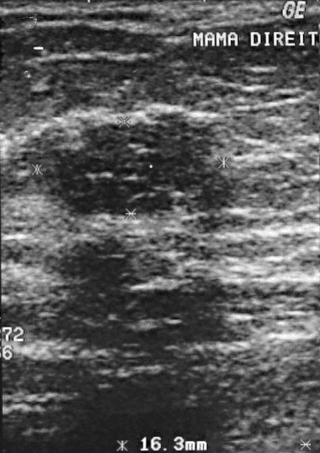
Modality: breast ultrasound scan.
This breast ultrasound scan shows a breast lesion with BI-RADS assessment: 4, outcome on biopsy or follow-up: benign.